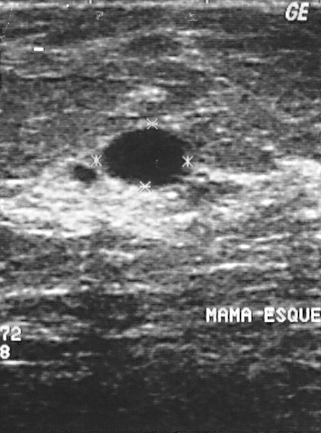
B-mode breast ultrasound.
The breast lesion is benign on biopsy or follow-up.